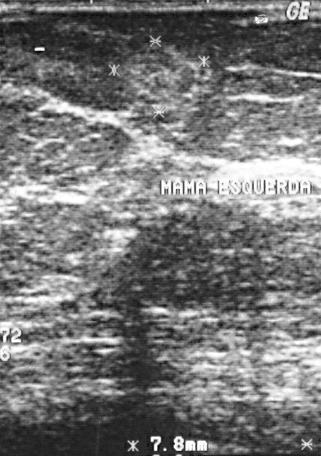
Modality: breast sonogram.
The histopathology is lipoma. The BI-RADS is 2. Biopsy or follow-up result: benign.